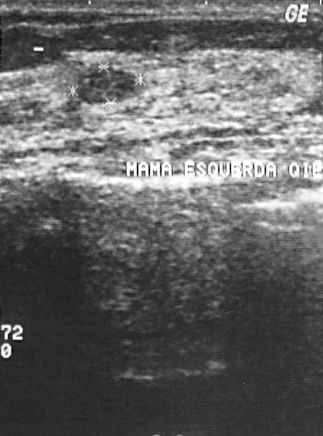
Modality: breast ultrasound.
A finding is present on this breast ultrasound. It was assessed as BI-RADS 2. Biopsy showed fibroadenoma, a benign finding.